Breast US. Acquired on GE Logiq 7 @10-14MHz.
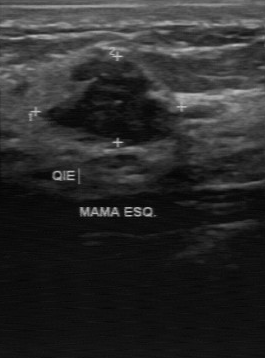
The finding demonstrates outcome on biopsy or follow-up: benign, histopathology: fibroadenoma, BI-RADS: 3.